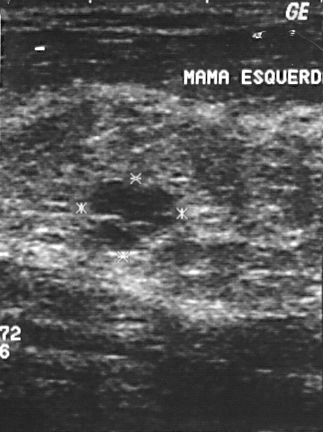
Modality: breast ultrasound scan.
A breast lesion is present on this breast ultrasound scan. It was assessed as BI-RADS 3. The biopsy result was cyst; the breast lesion is benign.